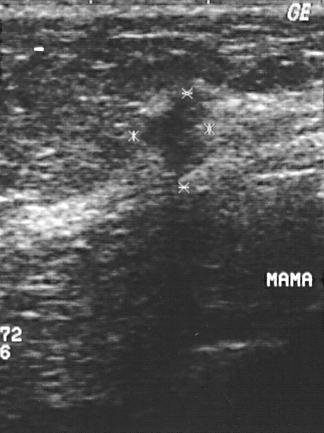
Scanner: GE Logiq 5 @10-12MHz. Modality: breast US.
Biopsy showed invasive ductal carcinoma.
BI-RADS assessment: 4.
The mass is malignant on biopsy or follow-up.